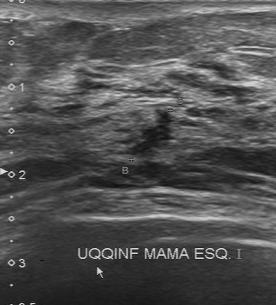
Modality: breast ultrasound image.
Coordinates are pixels in the 276x305 image. The mass is located within the bounding box (125, 109) to (176, 156). BI-RADS 4.